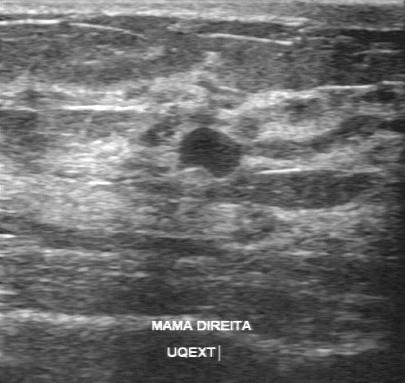
Imaging: breast ultrasound scan.
Outcome on biopsy or follow-up: benign. BI-RADS 3.